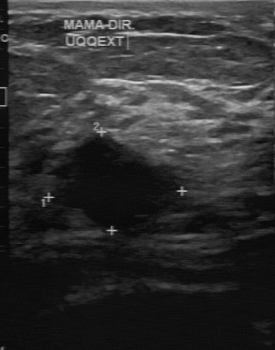
Imaging: breast US.
BI-RADS 5 in the original read; on a second read the margin is partially regular, the boundary somewhat unclear and the breast lesion hypoechoic. Pathology confirmed malignant invasive ductal carcinoma.